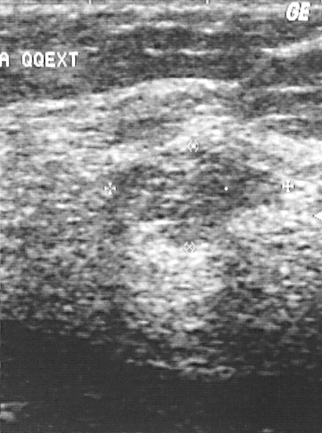
Breast sonogram.
Pixel coordinates (x1, y1, x2, y2): Lesion region of interest: (114, 160) to (246, 219). The breast lesion is benign on biopsy or follow-up. BI-RADS 3.